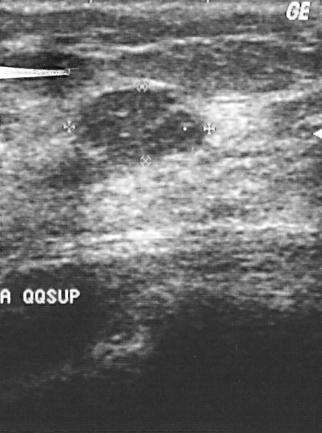
Imaging: breast ultrasound image.
Biopsy showed fibroadenoma. BI-RADS assessment: 2. Biopsy or follow-up result: benign.